Breast ultrasound image. Acquired on GE Logiq 7 @10-14MHz.
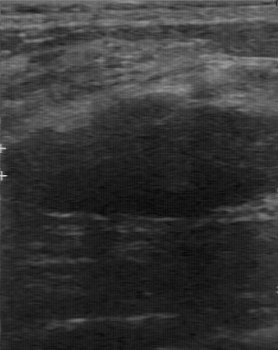
Biopsy result: fibroadenoma. BI-RADS (second read): 3. Confirmed outcome (biopsy or follow-up) is benign.